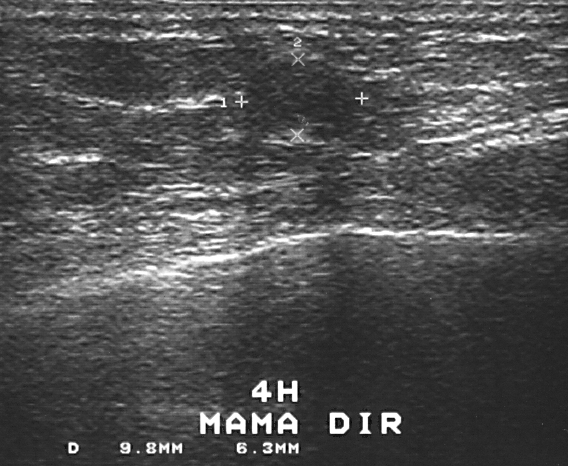
Modality: breast ultrasound image.
Coordinates are pixels in the 568x466 image. Segment the breast lesion: bounding box 243 60 344 130.